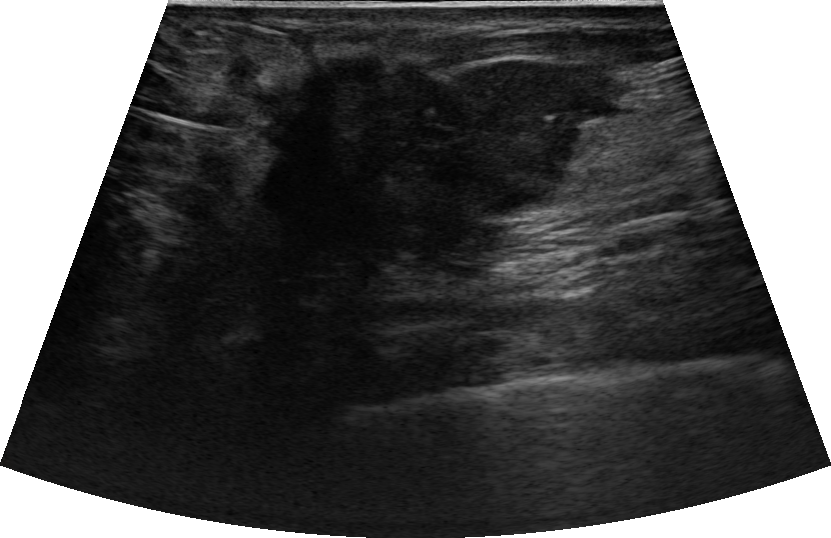
B-mode breast ultrasound.
There is an irregular lesion that is hypoechoic, with angular and microlobulated margins. There is posterior shadowing. There is no echogenic halo. BI-RADS 5; outcome on biopsy or follow-up: malignant. Radiologist's impression: Suspicion of malignancy. Biopsy confirmed cribriform carcinoma.